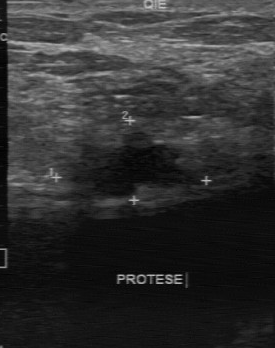
Breast ultrasound.
Echo pattern: hypoechoic. Lesion boundary is unclear. Outcome on biopsy or follow-up: benign. The pathology is fibroadenoma. Contour: irregular. There are no calcifications.